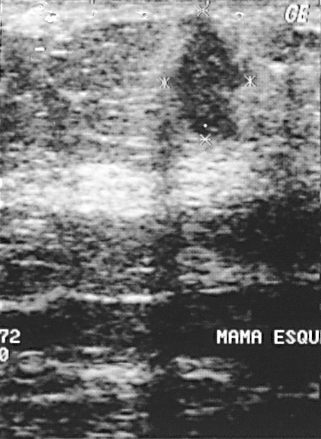
Breast ultrasound scan.
The finding is malignant on biopsy or follow-up. (BI-RADS category 4.)